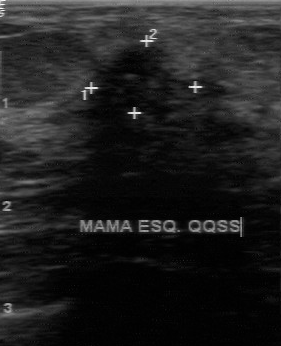
Imaging: breast US.
BI-RADS 4 in the original read. Findings on the second read (an independent reader): a heterogeneous finding, margin irregular, boundary unclear. The finding contains microcalcifications. Biopsy showed invasive ductal carcinoma, a malignant finding.